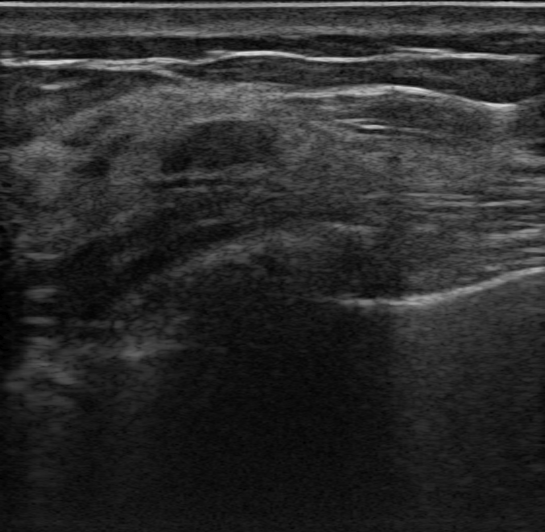
Breast ultrasound scan.
There is no echogenic halo. There are no posterior acoustic features. Margins are circumscribed. No skin thickening is seen. It has an oval shape. Internally the finding is hypoechoic. Calcifications: none. Biopsy or follow-up result: benign. BI-RADS assessment: 2.